Breast ultrasound. Scanner: GE Logiq 7 @10-14MHz.
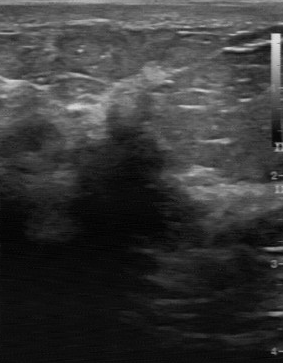
BI-RADS: 5. Confirmed outcome (biopsy or follow-up): malignant.